Imaging: breast ultrasound. Scanner: GE Logiq 7 @10-14MHz.
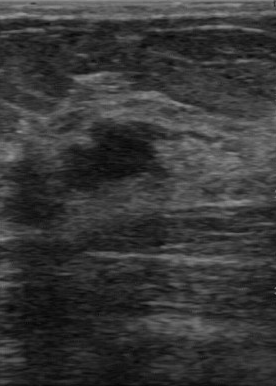
Biopsy or follow-up result: benign. BI-RADS 4.